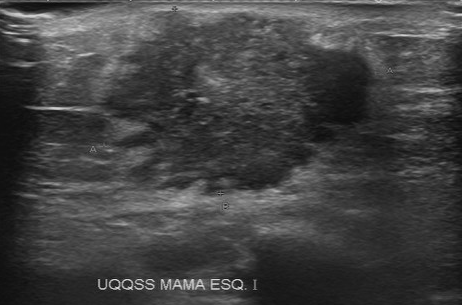
Acquired on Toshiba Aplio 300 @12-14 MHz. Modality: breast sonogram.
This breast sonogram shows a lesion with original BI-RADS: 5, unclear boundary, second-reader BI-RADS: 4B.